Breast ultrasound scan. Scanner: GE Logiq 7 @10-14MHz.
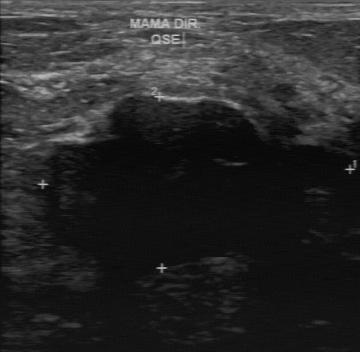
The independent BI-RADS assessment is 4B. There are no calcifications. The lesion boundary is unclear. The lesion margin is irregular. Biopsy result: fibroadenoma. Internal echoes: hypoechoic.